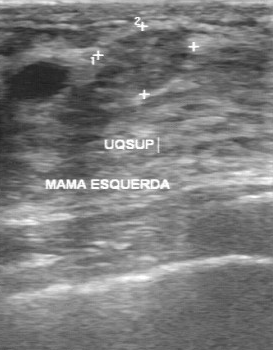
Breast ultrasound scan.
The finding demonstrates BI-RADS category: 3, biopsy or follow-up result: benign.